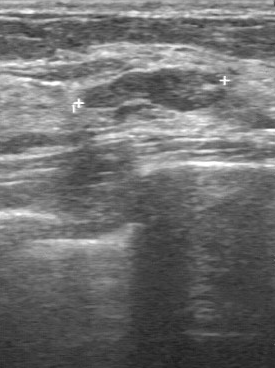
Modality: breast ultrasound image.
Pixel coordinates (x1, y1, x2, y2): Lesion region of interest: x1=81, y1=66, x2=227, y2=112. The lesion is benign on biopsy or follow-up. BI-RADS 3.